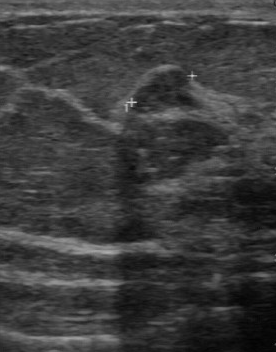
Imaging: breast ultrasound scan. Scanner: GE Logiq 7 @10-14MHz.
The finding is located within the bounding box (131,69)-(204,117).